Background echotexture is homogeneous: fibroglandular. Breast ultrasound image.
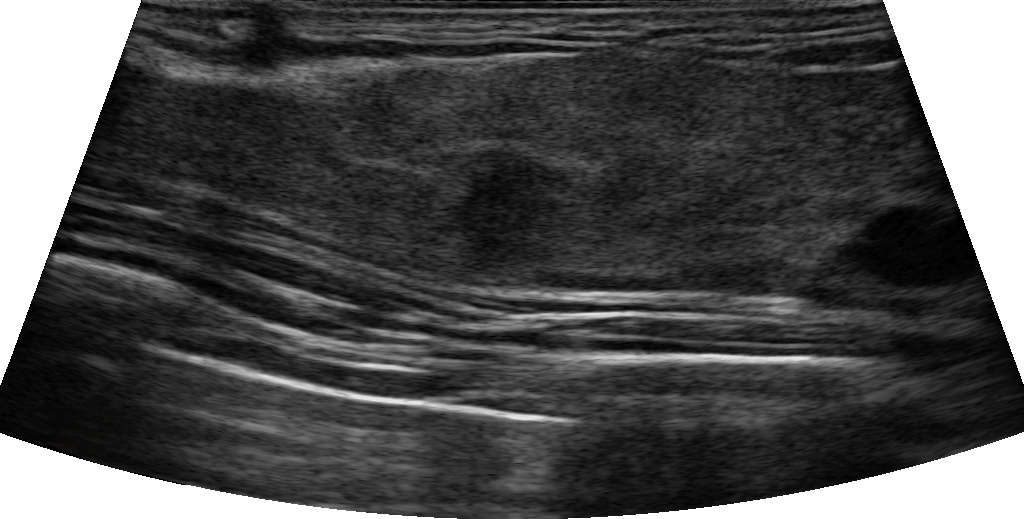
This breast ultrasound image shows a lesion, benign on biopsy or follow-up.